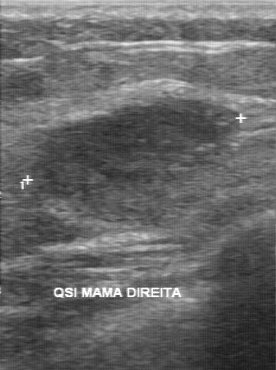
Modality: breast ultrasound scan.
Breast ultrasound scan findings:
- outcome on biopsy or follow-up: malignant
- second-reader BI-RADS: 3
- histopathology: invasive ductal carcinoma